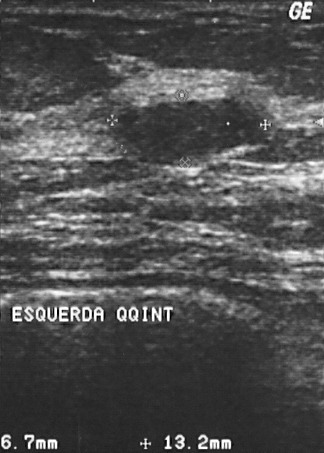
Imaging: breast US.
A mass is present on this breast US. It was assessed as BI-RADS 2. Pathology confirmed benign fibroadenoma.